Acquired on GE Logiq 7 @10-14MHz. Breast ultrasound image.
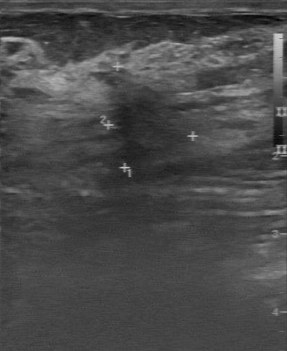
No calcifications are seen. Boundary: unclear. The echo pattern is slightly hypoechoic. Contour is irregular. Confirmed outcome (biopsy or follow-up): benign.